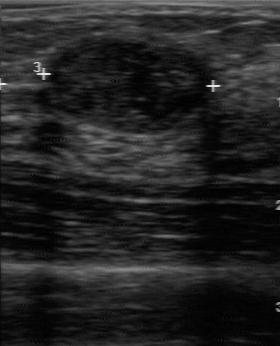
Imaging: breast ultrasound scan.
BI-RADS 2 in the original read; on a second read the margin is regular, the boundary clear and the mass hypoechoic. Calcifications: none. Histopathology: fibroadenoma (benign).